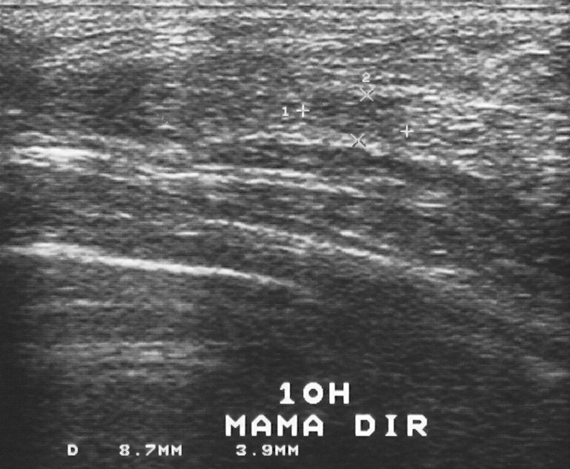
Modality: breast ultrasound.
Pixel coordinates (x1, y1, x2, y2): The lesion occupies approximately (309,92)-(406,138).